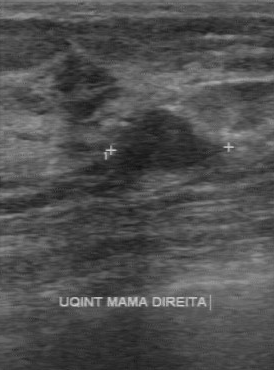
Breast US.
Original-read BI-RADS category: 4. The following findings are from a second reader, independent of the original assessment. The margin is regular. No calcifications are seen. Echo pattern: hypoechoic. Its boundary is clear. Histopathology: fibroadenoma (benign).